Imaging: breast ultrasound image.
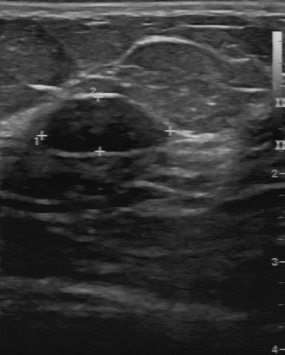
BI-RADS 3 in the original read. Descriptors from an independent second read (not the reader who assigned the category): Margin: regular. Its boundary is clear. Echo pattern: hypoechoic. There are no calcifications. Biopsy showed fibroadenoma, a benign finding.